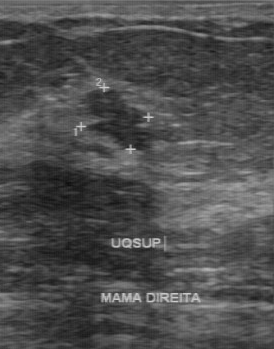
Imaging: breast ultrasound.
The echogenicity is hypoechoic. Independent BI-RADS assessment: 4A. The lesion boundary is fairly clear.